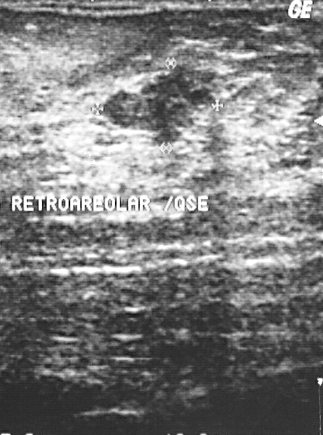
Imaging: breast ultrasound image.
Coordinates are pixels in the 323x435 image. Lesion region of interest: [97, 66, 222, 147]. BI-RADS 4.